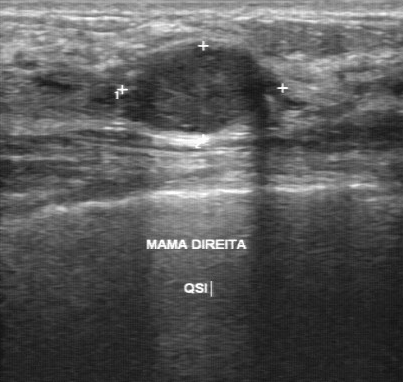
Breast sonogram.
Margin is regular. Histopathology is intraductal papilloma. The original BI-RADS is 4. Independent BI-RADS assessment: 3.